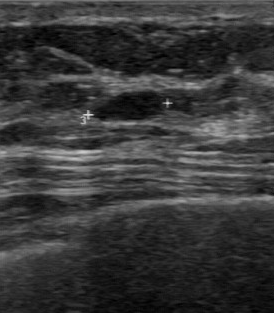
Imaging: breast US.
- biopsy result: fibroadenoma
- echo pattern: hypoechoic
- margin: regular
- calcifications: absent
- lesion boundary: clear